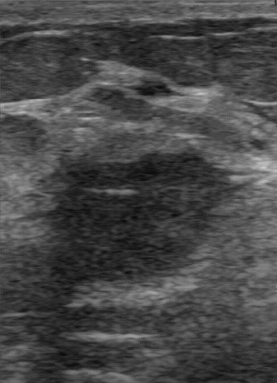
Breast ultrasound image.
The breast lesion was assessed as BI-RADS 4 by the original reader. On a second, independent read, a breast lesion with an irregular margin and a somewhat unclear boundary is seen; it is hypoechoic. There are no calcifications. The biopsy result was invasive ductal carcinoma; the breast lesion is malignant.